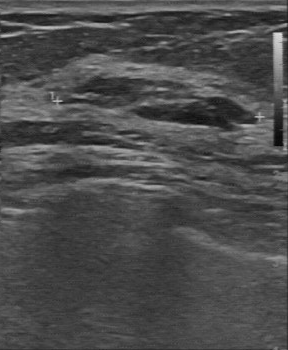
Modality: breast ultrasound image. Acquired on GE Logiq 7 @10-14MHz.
Biopsy showed fibroadenoma, a benign finding. The mass is assessed as BI-RADS 2. This mass proved benign on biopsy or follow-up.